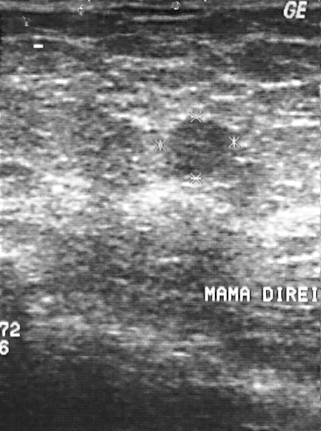
Imaging: breast sonogram.
Biopsy or follow-up result: benign. (BI-RADS category 4.)